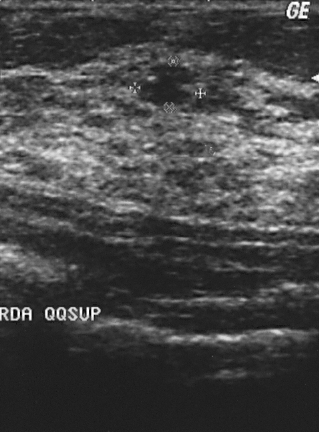
Imaging: breast ultrasound.
Coordinates are pixels in the 319x432 image. The lesion is located within the bounding box (140,63)-(192,106). The lesion is benign on biopsy or follow-up. BI-RADS 2.